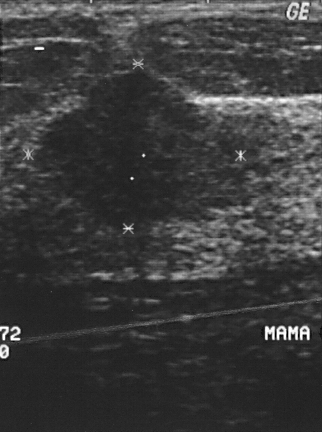
Breast US.
Coordinates are pixels in the 322x432 image. The mass occupies approximately (31,68)-(256,232).